Modality: breast ultrasound image.
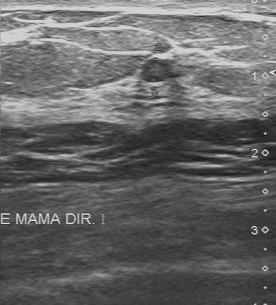
The breast lesion was categorized BI-RADS 3 in the original read. On a second, independent read, a breast lesion with a regular margin and a clear boundary is seen; it is slightly hypoechoic. Biopsy showed hyperplasia, a benign finding.